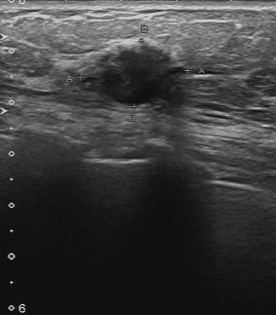
Breast ultrasound scan.
The finding was assessed as BI-RADS 4 by the original reader. On a second, independent read, a finding with a partially regular margin and a somewhat unclear boundary is seen; it is hypoechoic. No calcifications are seen. Histopathology: invasive ductal carcinoma (malignant).